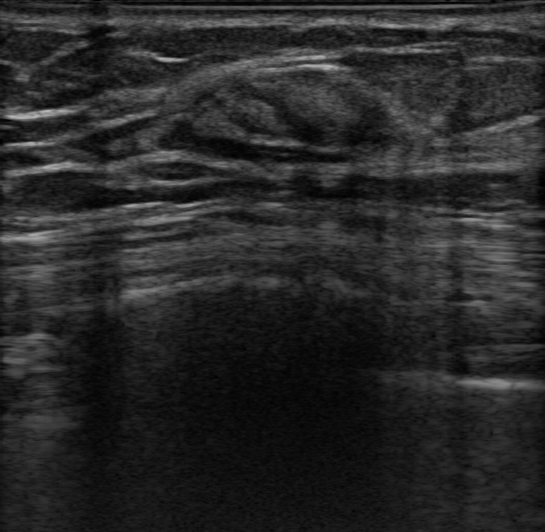
Imaging: breast sonogram. 62-year-old patient.
There are no posterior acoustic features. Internally the mass is heterogeneous. The mass has a circumscribed margin. The mass is oval in shape. No calcifications are seen. There is no skin thickening. Echogenic halo: absent. The mass is assessed as BI-RADS 4A. Biopsy result: Hamartoma.